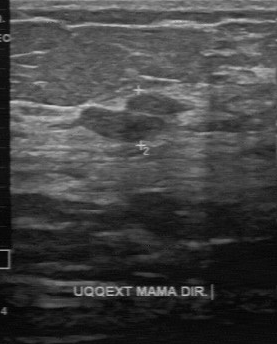
Breast sonogram. Scanner: GE Logiq 7 @10-14MHz.
The lesion demonstrates BI-RADS: 3, outcome on biopsy or follow-up: benign.